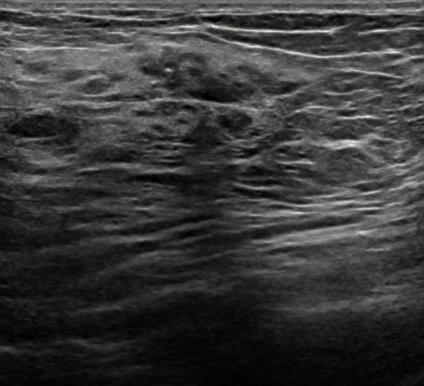
Modality: breast US.
This breast lesion proved benign on biopsy or follow-up.
Radiologic interpretation: Suspicion of malignancy; Dysplasia.
BI-RADS category 5.
No posterior acoustic features are seen.
There is no echogenic halo.
The margin is not circumscribed (angular).
Skin thickening: none.
Shape: irregular.
Its echo pattern is heterogeneous.
Calcifications are present within the mass.